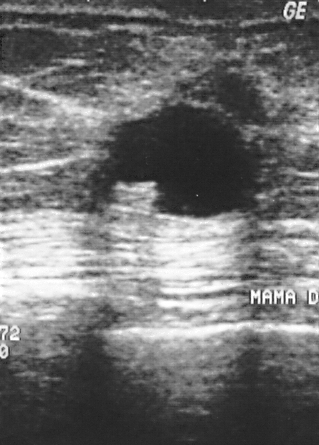
Imaging: breast US.
This breast US shows a lesion with BI-RADS: 4.